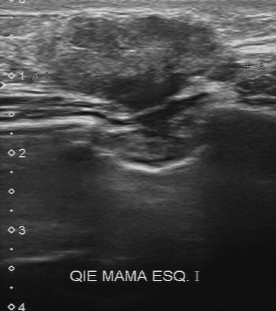
Imaging: breast ultrasound. Scanner: Toshiba Aplio 300 @12-14 MHz.
Boundary is somewhat unclear. Independent BI-RADS assessment is 4A. Echogenicity is heterogeneous.